Modality: B-mode breast ultrasound.
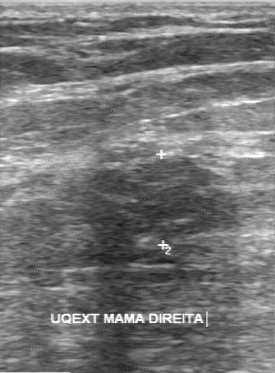
Second-reader BI-RADS: 3. Histopathology: fibroadenoma. Echo pattern: slightly hypoechoic. Original BI-RADS: 4.